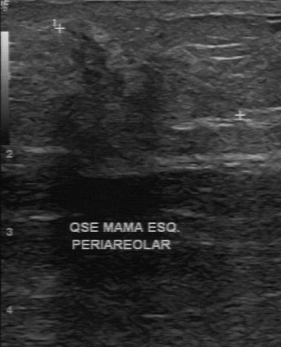
Acquired on GE Logiq 7 @10-14MHz. Breast sonogram.
Pixel coordinates (x1, y1, x2, y2): The breast lesion occupies approximately x1=41, y1=31, x2=217, y2=168.